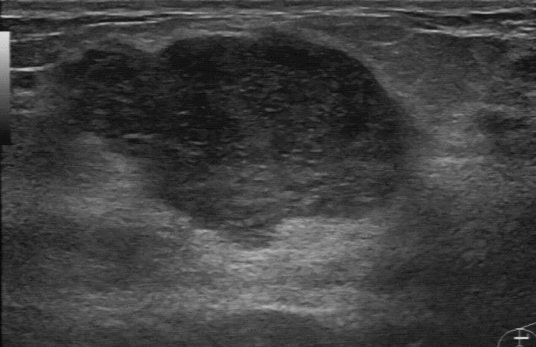
Modality: breast ultrasound.
Coordinates are pixels in the 536x347 image. Segment the breast lesion: bounding box top-left (40, 34), bottom-right (429, 250). BI-RADS 4.